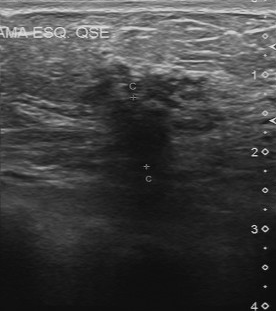
Modality: B-mode breast ultrasound.
B-mode breast ultrasound findings:
- lesion margin: irregular
- boundary: unclear
- second-reader BI-RADS: 4B